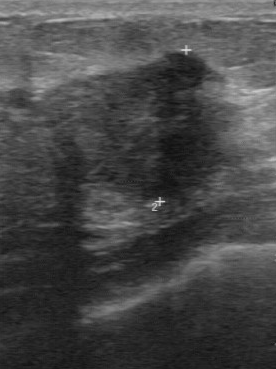
Modality: breast ultrasound scan.
A breast lesion is seen with calcifications: absent, partially regular margin, outcome on biopsy or follow-up: malignant, somewhat unclear lesion boundary, hypoechoic echo pattern.